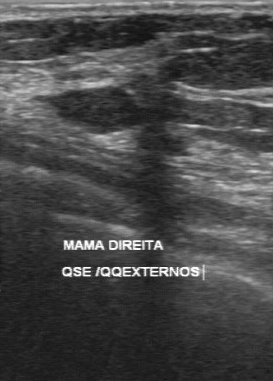
Breast sonogram.
Coordinates are pixels in the 273x381 image. Breast lesion bounding box: x1=55, y1=88, x2=138, y2=127.